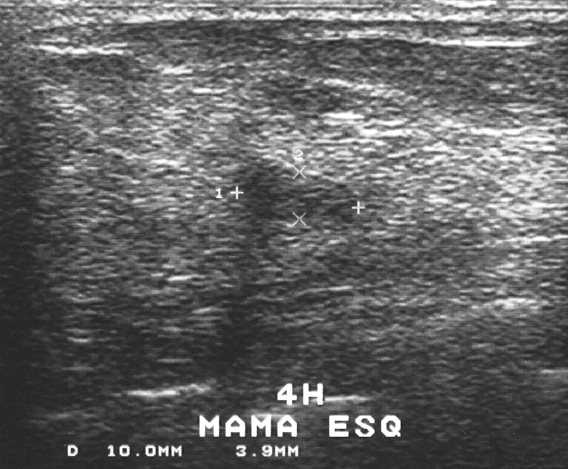
Scanner: GE Logiq 5 @10-12MHz. Modality: breast US.
Pixel coordinates (x1, y1, x2, y2): Segment the breast lesion: bounding box 231 158 356 220.